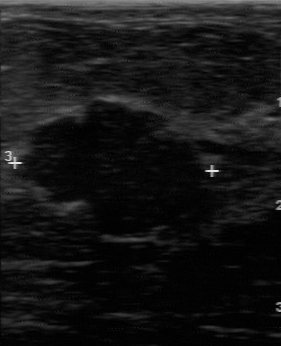
Breast ultrasound image.
Original-read BI-RADS category: 3.
On a second read by an independent reader:
Margin: partially regular.
The lesion boundary is somewhat unclear.
Echo pattern: hypoechoic.
Calcifications: none.
Biopsy showed fibroadenoma, a benign finding.